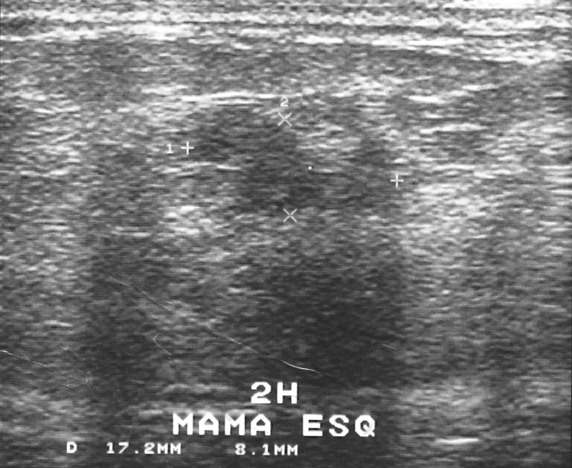
Imaging: breast ultrasound scan.
BI-RADS is 4.